Imaging: B-mode breast ultrasound.
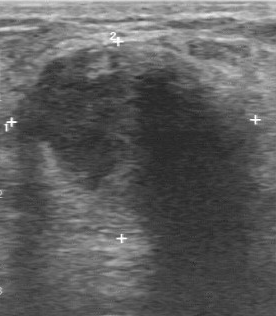
This B-mode breast ultrasound shows a finding, benign on biopsy or follow-up. BI-RADS 4.